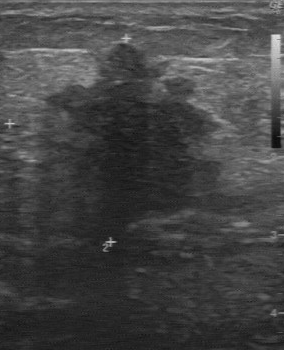
Imaging: breast ultrasound scan.
The original reader assigned BI-RADS 5.
A second, independent read describes the breast lesion as follows.
The breast lesion has an irregular margin.
Boundary: unclear.
The breast lesion is hypoechoic.
There are no calcifications.
The biopsy result was invasive ductal carcinoma; the breast lesion is malignant.